Modality: breast sonogram.
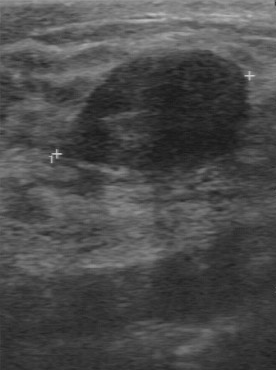
Outcome on biopsy or follow-up is benign. The lesion boundary is clear. Lesion margin is regular. Echo pattern: hypoechoic. Calcifications are absent.